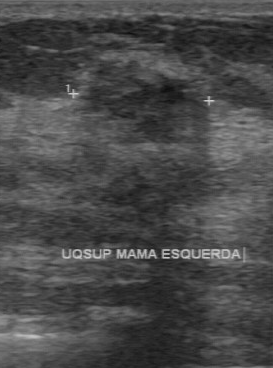
Breast ultrasound image.
FINDINGS: Breast ultrasound image. Biopsy or follow-up result: malignant. Margin: partially regular. Lesion boundary: somewhat unclear. Echo pattern: hypoechoic. Calcifications: absent. Biopsy result: invasive ductal carcinoma.
OUTCOME ON BIOPSY OR FOLLOW-UP: malignant.